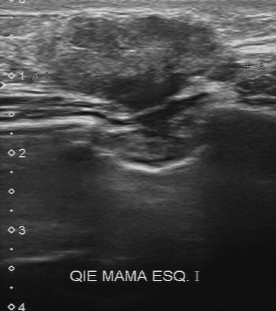
Breast US.
BI-RADS 4 in the original read. Findings on the second read (an independent reader): a heterogeneous breast lesion, margin partially regular, boundary somewhat unclear. No calcifications are seen. Pathology confirmed malignant invasive ductal carcinoma.